Imaging: breast US.
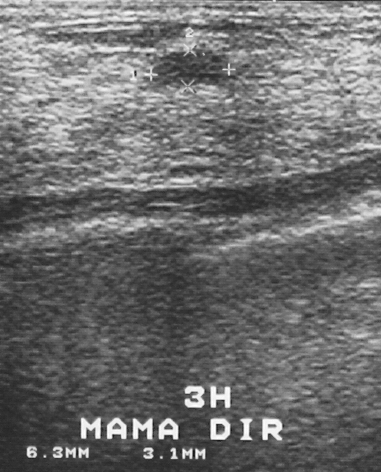
Breast lesion: benign on biopsy or follow-up. (BI-RADS category 2.)